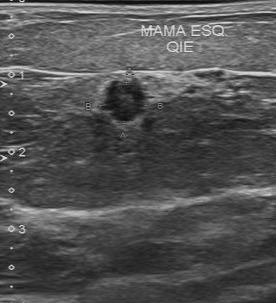
Imaging: breast sonogram.
Coordinates are pixels in the 276x303 image. Mass bounding box: [97, 77, 147, 122]. BI-RADS 4.